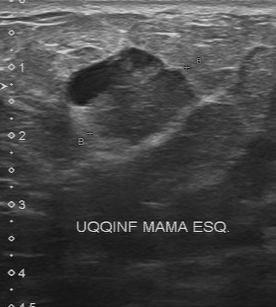
Breast sonogram.
A finding is seen with BI-RADS category: 4.